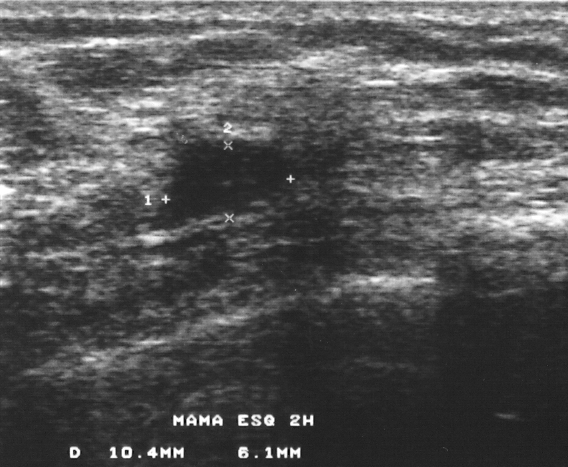
Breast sonogram.
Biopsy or follow-up result: benign.